Modality: breast ultrasound.
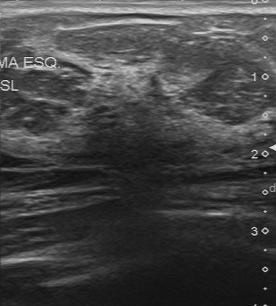
Biopsy or follow-up result: benign.